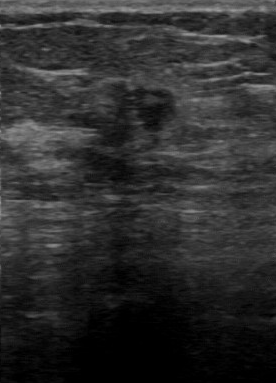
Imaging: breast ultrasound image.
Original-read BI-RADS category: 4. The following findings are from a second reader, independent of the original assessment. No calcifications are seen. The finding is hypoechoic. The margin is regular. Its boundary is somewhat unclear. The biopsy result was invasive ductal carcinoma; the finding is malignant.